Scanner: GE Logiq 7 @10-14MHz. Modality: breast ultrasound scan.
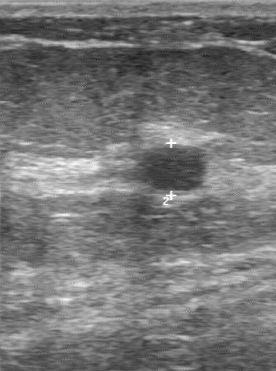
(coordinates in a 276x371 pixel frame) Lesion region of interest: (139, 146) to (209, 194).